Modality: breast sonogram.
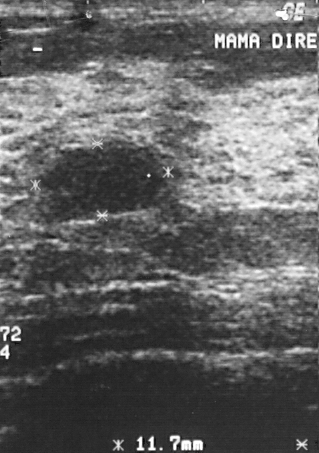
The mass is benign on biopsy or follow-up. Assigned BI-RADS 2. Biopsy showed fibroadenoma.